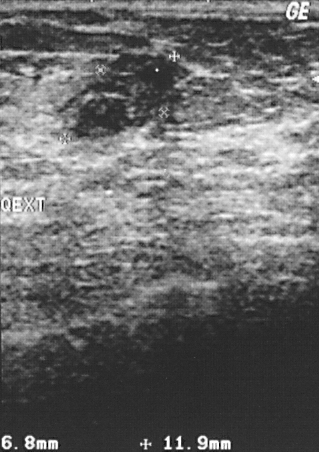
Acquired on GE Logiq 5 @10-12MHz. Modality: breast ultrasound.
A breast lesion is present on this breast ultrasound. BI-RADS category 3. Pathology confirmed benign fibroadenoma.